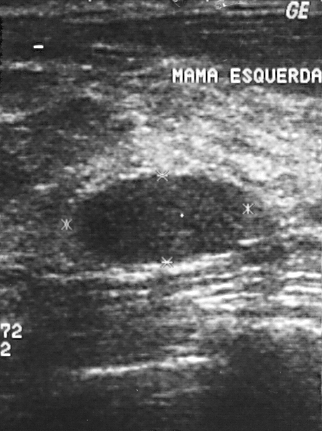
Modality: B-mode breast ultrasound.
Breast lesion bounding box: top-left (74, 175), bottom-right (244, 265).